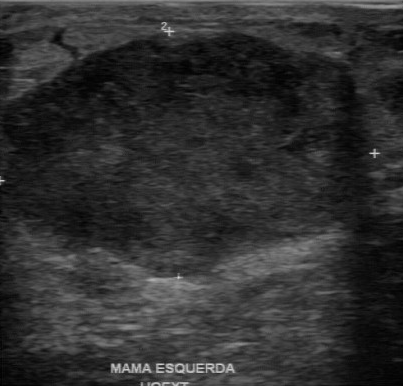
Imaging: breast US.
Breast US findings:
- independent BI-RADS assessment: 4B
- echogenicity: hypoechoic